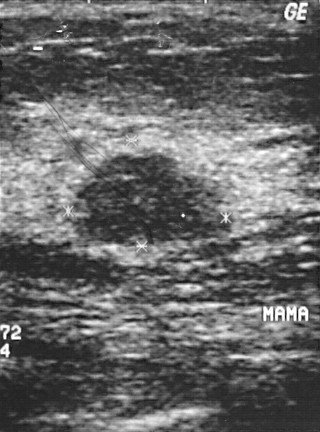
Imaging: B-mode breast ultrasound.
Coordinates are pixels in the 320x432 image. Lesion region of interest: x1=79, y1=152, x2=231, y2=246. The lesion is benign on biopsy or follow-up. BI-RADS 3.